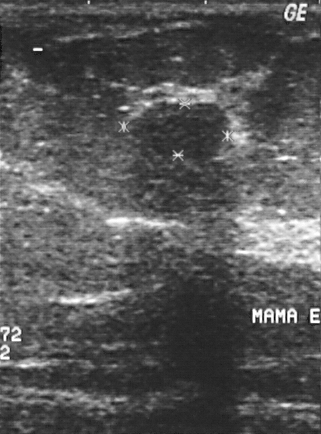
Imaging: breast sonogram.
A mass is seen with BI-RADS category: 2.